Modality: breast ultrasound.
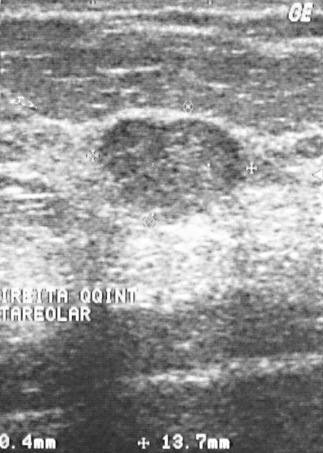
This breast ultrasound shows a lesion with BI-RADS assessment: 3.